Imaging: breast US.
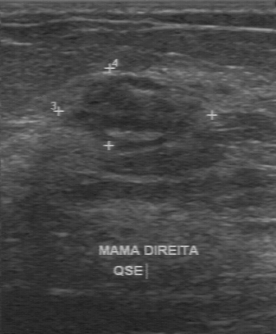
Echo pattern: slightly hypoechoic. The margin is partially regular. Outcome on biopsy or follow-up: malignant. Biopsy result: invasive ductal carcinoma. Calcifications are absent. The lesion boundary is fairly clear.